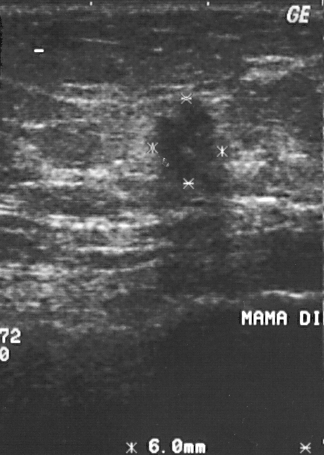
Acquired on GE Logiq 5 @10-12MHz. Modality: breast sonogram.
The lesion is assessed as BI-RADS 4. Biopsy showed invasive ductal carcinoma. Outcome on biopsy or follow-up: malignant.